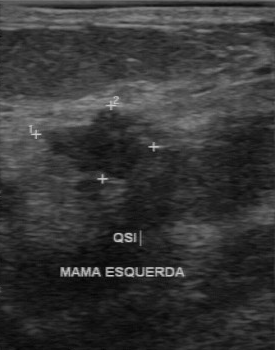
Imaging: breast ultrasound. Scanner: GE Logiq 7 @10-14MHz.
The finding was categorized BI-RADS 4 in the original read. On a second, independent read, a finding with an irregular margin and a somewhat unclear boundary is seen; it is hypoechoic. Histopathology: fibroadenoma (benign).